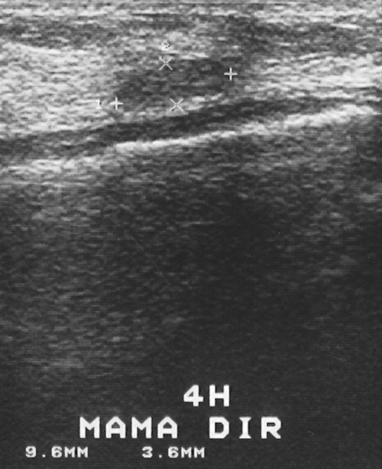
Imaging: breast US.
This breast US shows a lesion. It was assessed as BI-RADS 2. The biopsy result was lipoma; the lesion is benign.